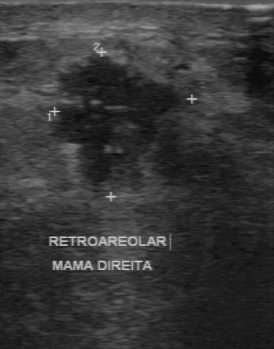
Breast sonogram.
Finding: mass, malignant on biopsy or follow-up.